78-year-old patient. Modality: breast ultrasound image. Background echotexture is heterogeneous: predominantly fat.
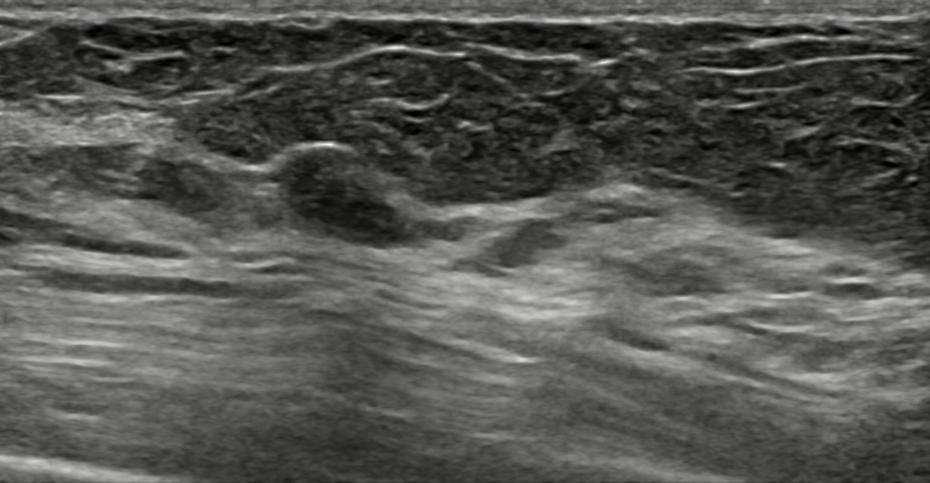
Lesion shape: irregular. Echo pattern: isoechoic. Posterior acoustic features: none. Echogenic halo: none. BI-RADS assessment: 3. Verification: confirmed by follow-up care. Calcifications: none. Outcome on biopsy or follow-up: benign. Skin thickening: none.
OUTCOME ON BIOPSY OR FOLLOW-UP: benign.